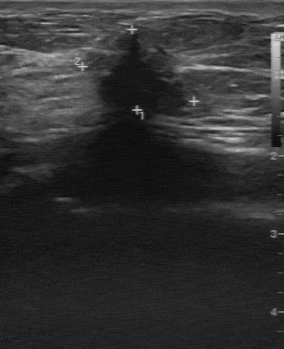
Imaging: breast ultrasound.
Biopsy or follow-up result: malignant.